Modality: breast sonogram. Scanner: GE Logiq 7 @10-14MHz.
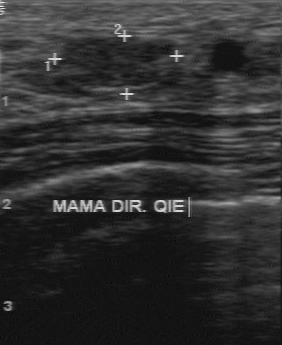
BI-RADS 3 in the original read. Descriptors from an independent second read (not the reader who assigned the category): Margin: regular. Its boundary is clear. Echo pattern: hypoechoic. No calcifications are seen. Histopathology: fibroadenoma (benign).